Imaging: breast ultrasound image.
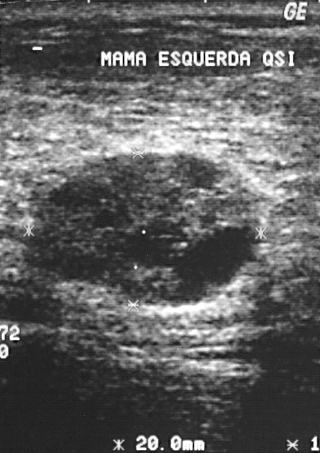
A lesion is present on this breast ultrasound image. It was assessed as BI-RADS 3. Biopsy showed cyst, a benign finding.